Imaging: B-mode breast ultrasound.
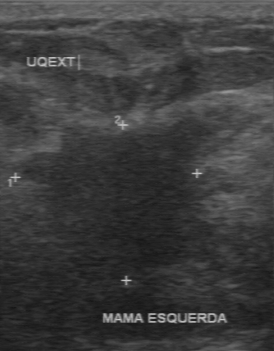
- margin: irregular
- lesion boundary: unclear
- echogenicity: hypoechoic
- calcifications: none